Breast ultrasound scan.
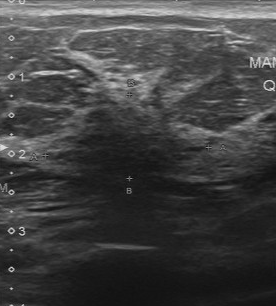
Lesion margin: irregular. Echogenicity: hypoechoic. Calcifications: absent. Boundary: unclear. Second-reader BI-RADS: 4B.